Imaging: breast sonogram. Scanner: GE Logiq 7 @10-14MHz.
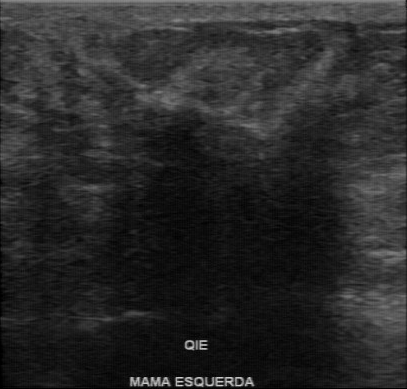
Lesion: malignant on biopsy or follow-up.